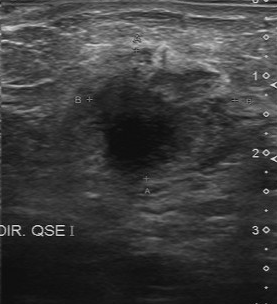
Acquired on Toshiba Aplio 300 @12-14 MHz. Imaging: breast ultrasound scan.
The finding occupies approximately (80,45)-(220,186). The finding is malignant on biopsy or follow-up. BI-RADS 5.